Acquired on GE Logiq 7 @10-14MHz. Breast ultrasound.
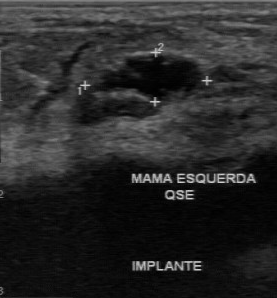
FINDINGS: Lesion boundary: clear. Margin: regular. Calcifications: absent. Echogenicity: mixed cystic and solid.